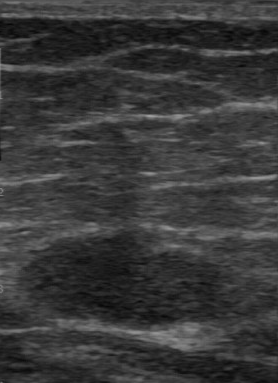
Modality: B-mode breast ultrasound.
BI-RADS 3 in the original read. The following findings are from a second reader, independent of the original assessment. The breast lesion has a regular margin. Boundary: clear. Echo pattern: hypoechoic. No calcifications are seen. Histopathology: fibroadenoma (benign).